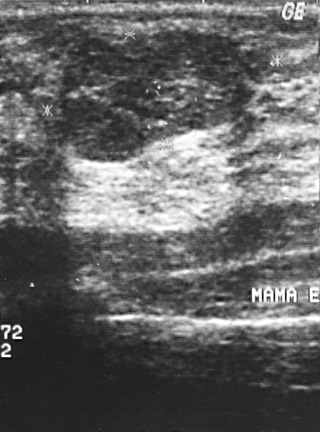
B-mode breast ultrasound.
The finding is benign on biopsy or follow-up. (BI-RADS category 2.)